Acquired on GE Logiq 7 @10-14MHz. Modality: breast US.
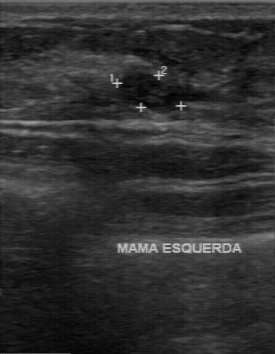
This breast US shows a mass with outcome on biopsy or follow-up: benign, BI-RADS: 4.